Imaging: breast ultrasound image.
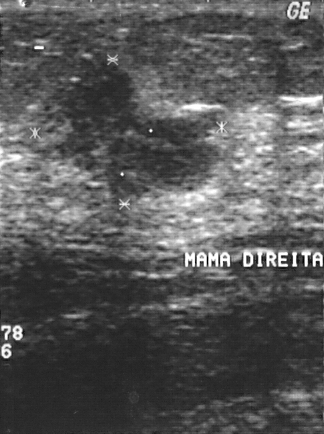
A breast lesion is seen. BI-RADS category 4. Histopathology: invasive ductal carcinoma (malignant).